Imaging: breast ultrasound scan.
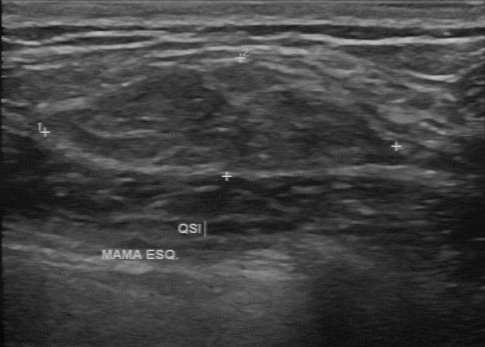
Boundary is fairly clear. Internal echoes are slightly hypoechoic. Biopsy result is fibroadenoma. Contour is partially regular. There are no calcifications.